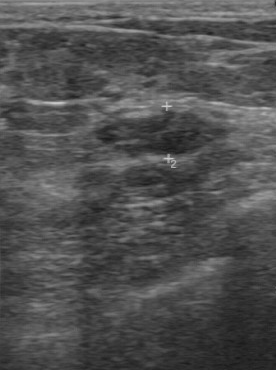
Imaging: breast ultrasound.
The finding was assessed as BI-RADS 4 by the original reader. Findings on the second read (an independent reader): a hypoechoic finding, margin regular, boundary clear. There are no calcifications. Histopathology: fibroadenoma (benign).